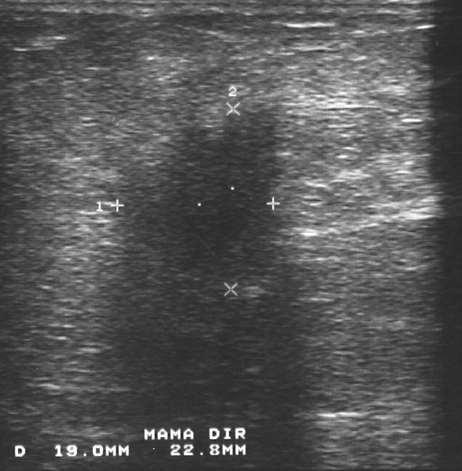
Acquired on GE Logiq 5 @10-12MHz. Imaging: breast US.
The finding is malignant on biopsy or follow-up. BI-RADS 5.